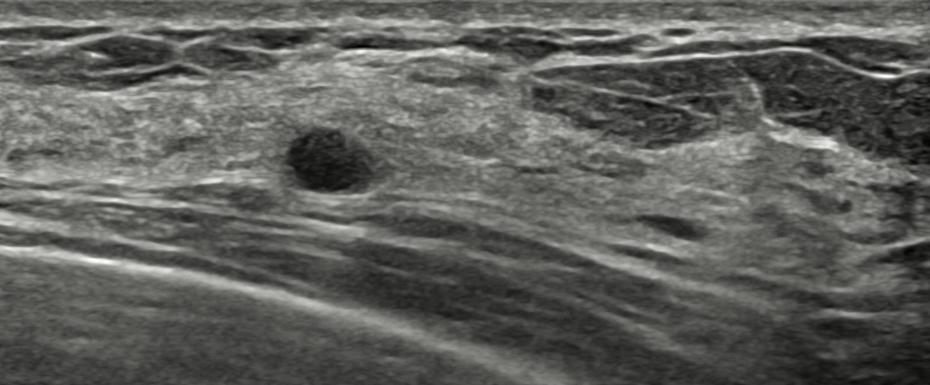
48-year-old patient. Imaging: breast ultrasound. Background tissue composition: homogeneous: fibroglandular.
Assigned BI-RADS 3. Radiologic interpretation: Cyst filled with thick fluid. The finding was confirmed by follow-up care. The lesion is benign on biopsy or follow-up. Internally the lesion is hypoechoic. There are no posterior acoustic features. The lesion has a circumscribed margin. The lesion is round in shape. No calcifications are seen. There is no skin thickening. There is no echogenic halo.